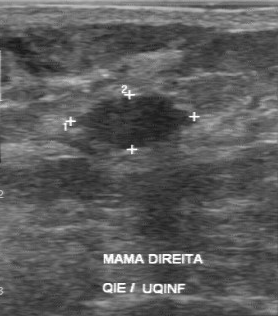
Scanner: GE Logiq 7 @10-14MHz. Modality: breast sonogram.
FINDINGS: BI-RADS: 2.
OUTCOME ON BIOPSY OR FOLLOW-UP: benign.